Imaging: breast ultrasound scan.
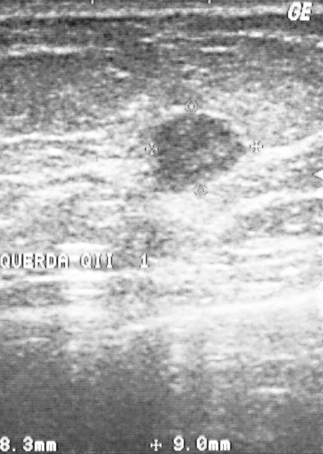
Lesion region of interest: top-left (154, 113), bottom-right (245, 193).